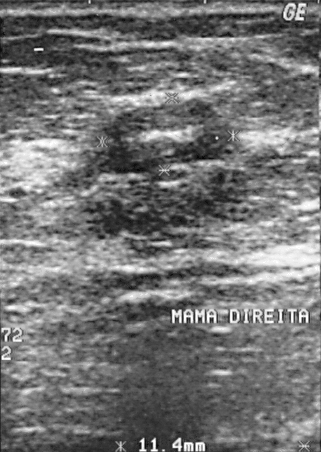
Acquired on GE Logiq 5 @10-12MHz. Imaging: breast sonogram.
Breast sonogram findings:
- histopathology: fibroadenoma
- BI-RADS: 2